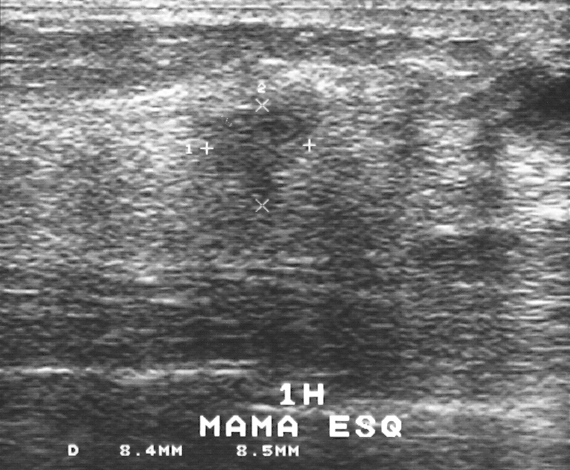
Imaging: breast ultrasound scan.
Pixel coordinates (x1, y1, x2, y2): Lesion region of interest: (207, 109) to (306, 189).